Modality: B-mode breast ultrasound.
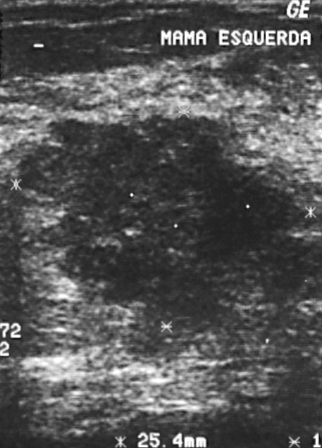
B-mode breast ultrasound findings:
- BI-RADS category: 5